Breast ultrasound.
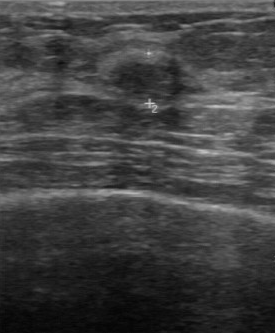
Calcifications are absent. Original BI-RADS: 3. Contour is regular. Internal echoes: hypoechoic. BI-RADS (second read): 3. Boundary: clear.